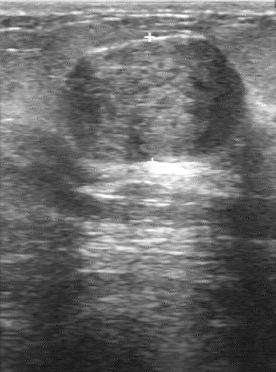
Breast ultrasound image.
The mass was categorized BI-RADS 4 in the original read. Findings on the second read (an independent reader): a hypoechoic mass, margin regular, boundary clear. No calcifications are seen. The biopsy result was fibroadenoma; the mass is benign.